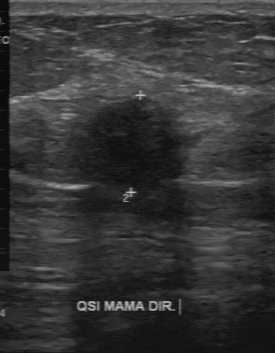
Breast ultrasound scan.
Echogenicity is hypoechoic. The lesion margin is irregular. There are no calcifications. Boundary: unclear.